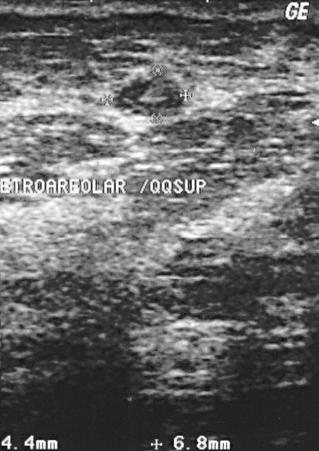
Breast US.
Pathology confirmed proliferative lesions. BI-RADS category 2. This breast lesion proved benign on biopsy or follow-up.